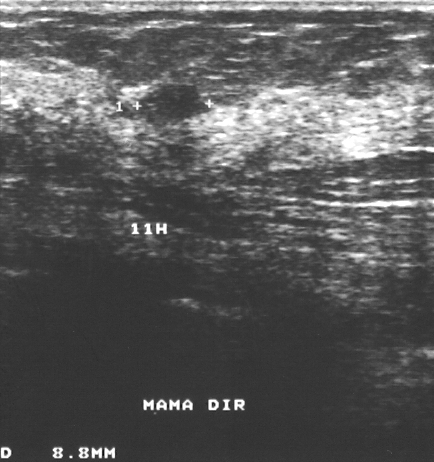
Modality: breast US. Scanner: GE Logiq 5 @10-12MHz.
The breast lesion is assessed as BI-RADS 3.
Histopathology: fibroadenoma (benign).
The breast lesion is benign on biopsy or follow-up.